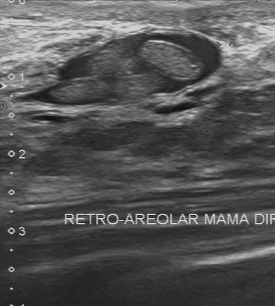
Modality: B-mode breast ultrasound.
This B-mode breast ultrasound shows a breast lesion, benign on biopsy or follow-up. BI-RADS 4.